Imaging: breast ultrasound image.
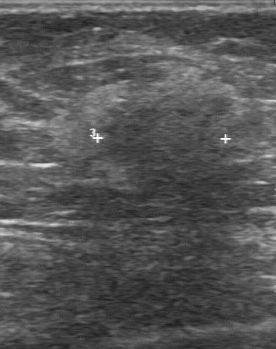
(coordinates in a 276x349 pixel frame) Breast lesion bounding box: (95, 92) to (232, 190). BI-RADS 5.